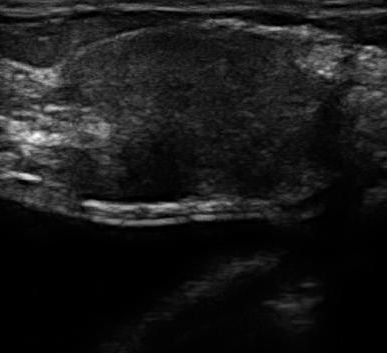
Scanner: U-Systems @10-14MHz. Imaging: breast sonogram.
The mass was categorized BI-RADS 4 in the original read.
The following findings are from a second reader, independent of the original assessment.
Margin: irregular.
Boundary: unclear.
Echo pattern: slightly hypoechoic.
Calcifications: suspected.
Biopsy showed invasive ductal carcinoma, a malignant finding.